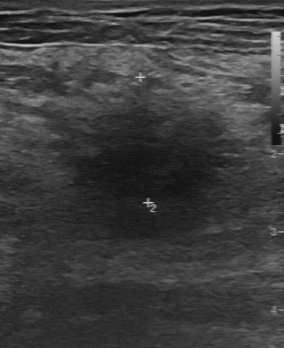
Modality: breast ultrasound.
BI-RADS 4 in the original read. Descriptors from an independent second read (not the reader who assigned the category): Margin: irregular. Boundary: unclear. Echo pattern: hypoechoic. Calcifications: none. Biopsy showed fibrocystic changes, a benign finding.